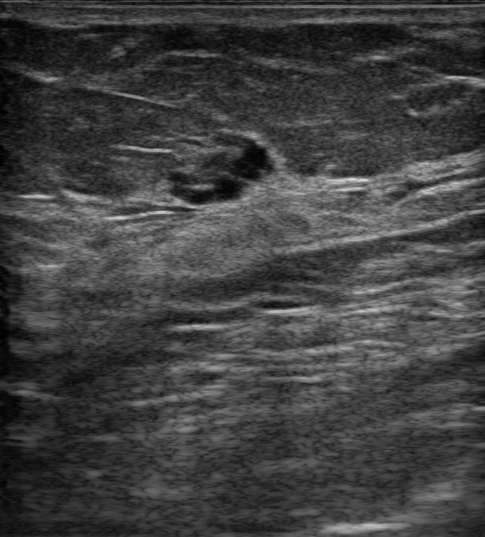
Modality: breast ultrasound scan. Patient age: 60.
Coordinates are pixels in the 485x537 image. Mass bounding box: 168 134 279 211.